Imaging: breast US.
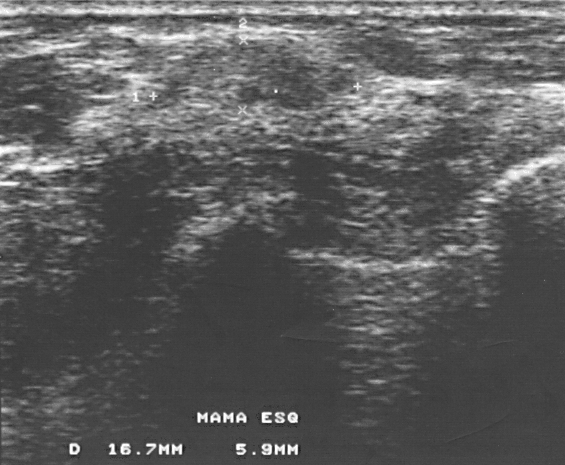
A lesion is seen. It was assessed as BI-RADS 3. Biopsy showed fibrocystic changes, a benign finding.